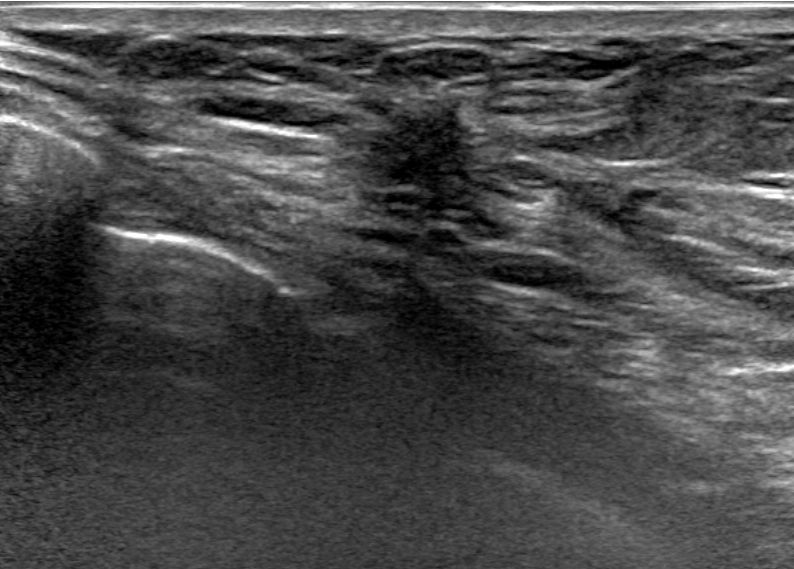
Modality: breast ultrasound image. Background echotexture is heterogeneous: predominantly fat.
Verification is confirmed by biopsy. Shape is irregular. Pathology: Invasive carcinoma of no special type (NST). Margin: not circumscribed - spiculated and angular and indistinct. Posterior acoustic features: shadowing. The echogenicity is hypoechoic. BI-RADS assessment is 5.